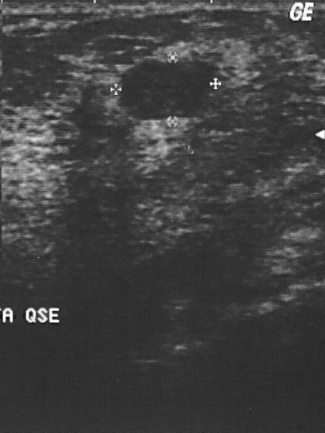
Modality: breast ultrasound image.
The mass is assessed as BI-RADS 2.
Biopsy showed fibroadenoma.
Outcome on biopsy or follow-up: benign.